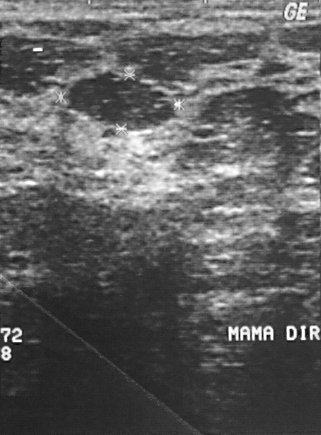
Imaging: breast ultrasound image.
The lesion occupies approximately x1=68, y1=74, x2=175, y2=131.